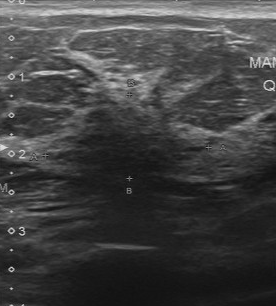
Modality: breast ultrasound scan. Scanner: Toshiba Aplio 300 @12-14 MHz.
The mass occupies approximately top-left (52, 102), bottom-right (205, 179). The mass is benign on biopsy or follow-up. BI-RADS 4.